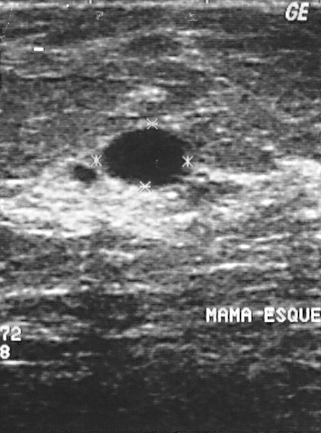
Acquired on GE Logiq 5 @10-12MHz. Imaging: breast sonogram.
Coordinates are pixels in the 321x433 image. Breast lesion bounding box: [105, 128, 185, 185]. The breast lesion is benign on biopsy or follow-up.